Modality: breast ultrasound.
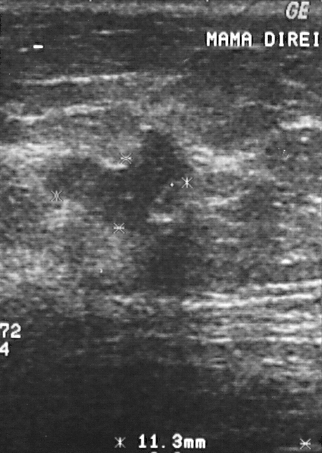
FINDINGS: Outcome on biopsy or follow-up: malignant. Pathology: invasive ductal carcinoma. BI-RADS assessment: 4.
OUTCOME ON BIOPSY OR FOLLOW-UP: malignant.